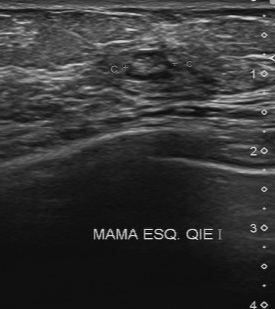
Modality: breast ultrasound.
The original reader assigned BI-RADS 3. A second, independent read describes the breast lesion as follows. The breast lesion is heterogeneous. Calcifications: multiple calcifications. The lesion boundary is clear. The breast lesion has a regular margin. Histopathology: fibrocystic changes (benign).